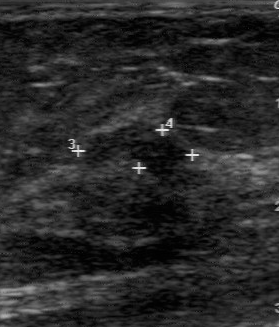
Breast ultrasound. Scanner: GE Logiq 7 @10-14MHz.
The original reader assigned BI-RADS 4.
On a second read by an independent reader:
The finding has a partially regular margin.
Boundary: fairly clear.
The finding is hypoechoic.
Calcifications: none.
The biopsy result was fibroadenoma; the finding is benign.